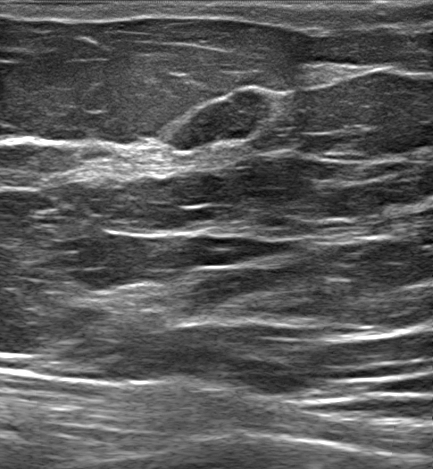
Imaging: breast ultrasound scan.
- radiologist impression: Suspicion of malignancy; Dysplasia; Fibroadenoma; Intraductal papilloma
- histopathology: Fibroadenoma
- skin thickening: none
- calcifications: none
- BI-RADS category: 3
- echo pattern: hypoechoic
- lesion shape: oval
- borders: circumscribed